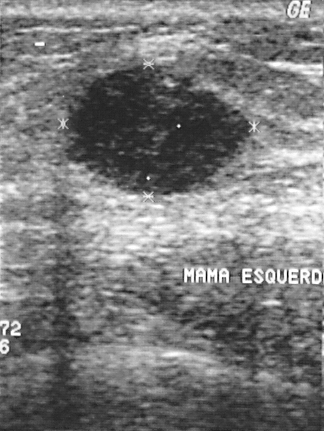
Imaging: breast ultrasound scan.
FINDINGS: Outcome on biopsy or follow-up: malignant. BI-RADS: 2.
OUTCOME ON BIOPSY OR FOLLOW-UP: malignant.